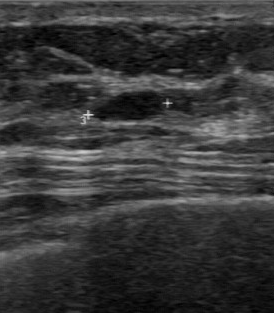
Imaging: breast sonogram.
The breast lesion was assessed as BI-RADS 2 by the original reader. A second reader, independent of the original assessment, describes a hypoechoic breast lesion with a regular margin; the boundary is clear. Histopathology: fibroadenoma (benign).